Imaging: B-mode breast ultrasound.
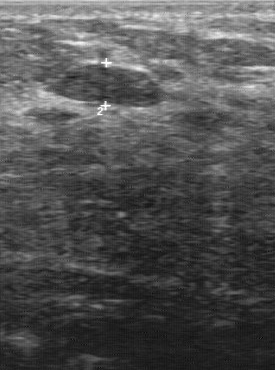
Finding: breast lesion, benign on biopsy or follow-up.